Modality: breast ultrasound scan.
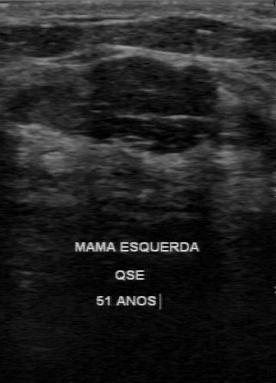
Finding: mass, benign on biopsy or follow-up. (BI-RADS category 2.)